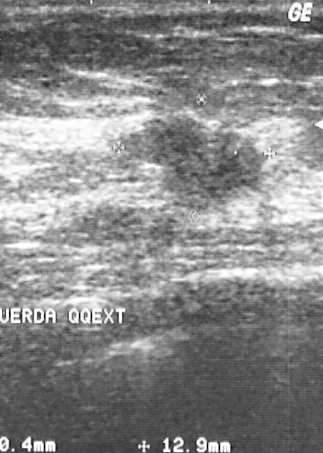
Modality: breast ultrasound.
Assigned BI-RADS 4. Biopsy showed invasive ductal carcinoma. Biopsy or follow-up result: malignant.